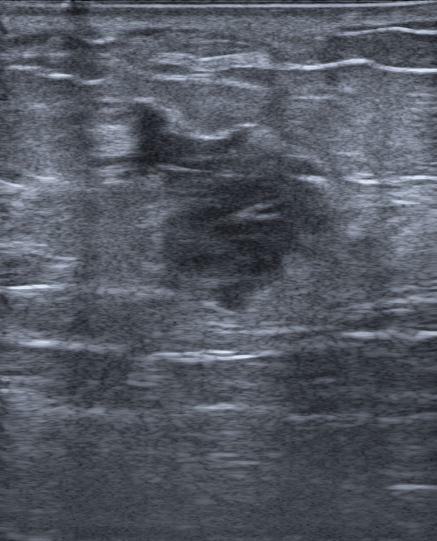
Background tissue composition: heterogeneous: predominantly fat. Modality: breast ultrasound.
The finding is irregular and hypoechoic; its margin is not circumscribed (angular, microlobulated and indistinct). There are no posterior features. BI-RADS assessment: 4C; biopsy or follow-up result: malignant. Differential on reading: Suspicion of malignancy. Biopsy result: Invasive carcinoma of no special type (NST).